Breast sonogram.
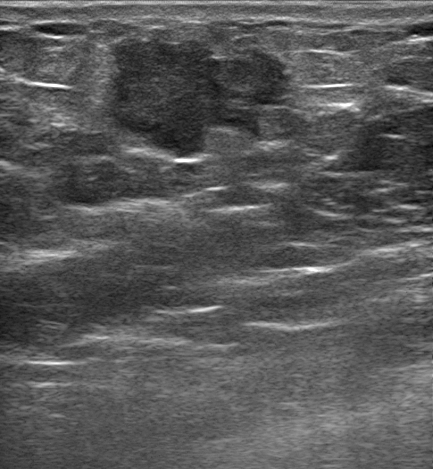
The lesion shape is irregular. Verification is confirmed by biopsy. Echogenicity: hypoechoic. BI-RADS assessment is 5. Biopsy or follow-up result is malignant. Skin thickening: none. The margin is not circumscribed - angular and indistinct. The biopsy result is Invasive carcinoma of no special type (NST); Invasive micropapillary carcinoma.